Breast ultrasound.
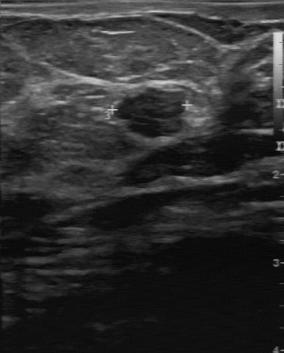
Mass: benign on biopsy or follow-up. (BI-RADS category 3.)